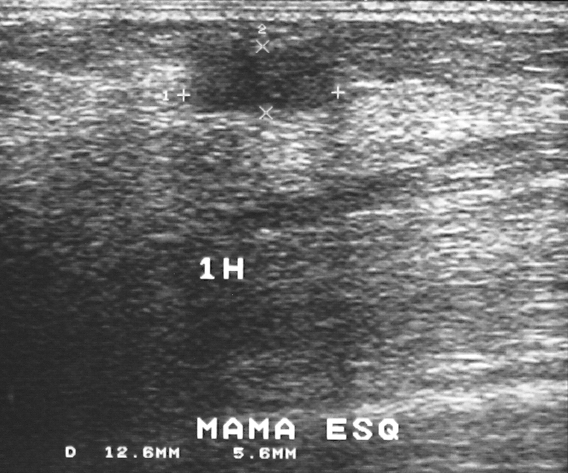
Modality: breast US. Acquired on GE Logiq 5 @10-12MHz.
Biopsy showed fibroadenoma. The lesion is assessed as BI-RADS 3. The lesion is benign on biopsy or follow-up.